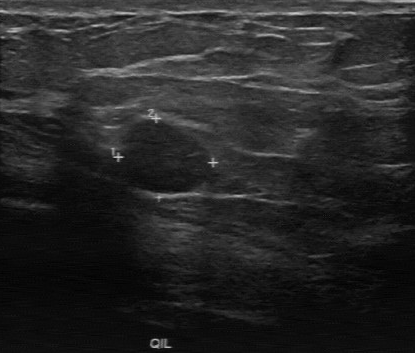
Imaging: breast ultrasound image.
The mass was categorized BI-RADS 3 in the original read. On a second, independent read, a mass with a regular margin and a clear boundary is seen; it is hypoechoic. Pathology confirmed benign fibroadenoma.